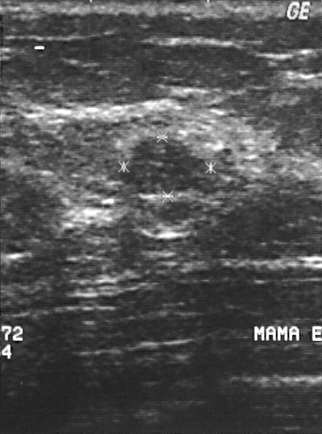
Imaging: breast ultrasound scan.
This lesion proved benign on biopsy or follow-up. The biopsy result was fibroadenoma. Assigned BI-RADS 3.